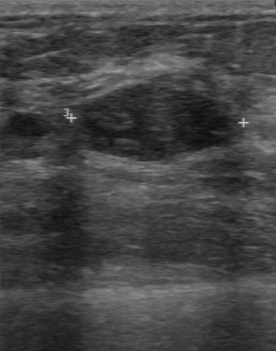
Acquired on GE Logiq 7 @10-14MHz. Modality: breast ultrasound.
FINDINGS: BI-RADS on independent re-read: 3. BI-RADS (first reader): 3. Echogenicity: hypoechoic. Confirmed outcome (biopsy or follow-up): benign. Lesion margin: regular. Boundary: clear. Calcifications: absent.